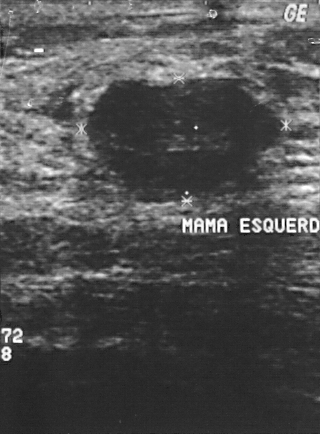
Imaging: breast US.
This finding proved benign on biopsy or follow-up.
Biopsy showed fibroadenoma.
BI-RADS category 2.